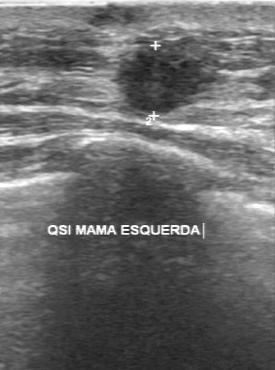
Scanner: GE Logiq 7 @10-14MHz. Breast US.
A mass is seen with irregular margin, slightly hypoechoic echo pattern, calcifications: none, confirmed outcome (biopsy or follow-up): malignant, unclear boundary.